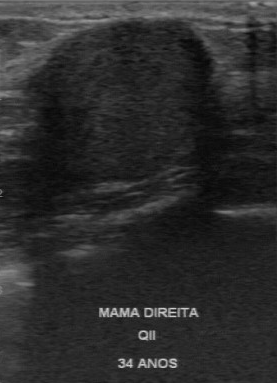
Modality: breast ultrasound scan. Scanner: GE Logiq 7 @10-14MHz.
Pixel coordinates (x1, y1, x2, y2): Segment the lesion: bounding box 34 18 211 182.